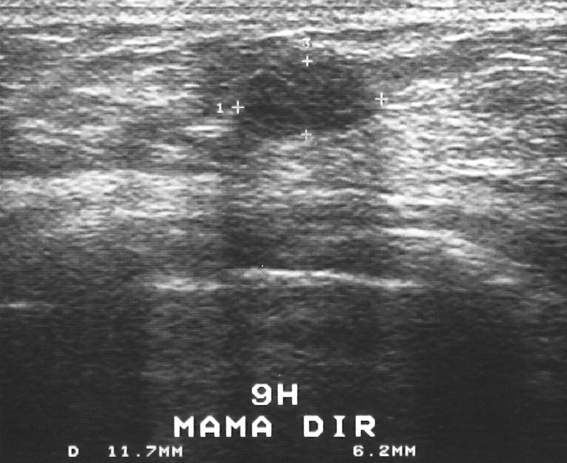
Acquired on GE Logiq 5 @10-12MHz. Imaging: breast sonogram.
BI-RADS assessment: 3.
Histopathology: fibroadenoma (benign).